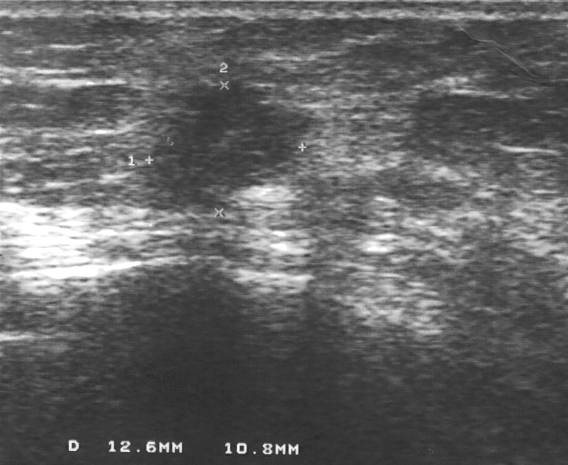
Breast US.
A breast lesion is seen. BI-RADS category 4. Histopathology: invasive lobular carcinoma (malignant).